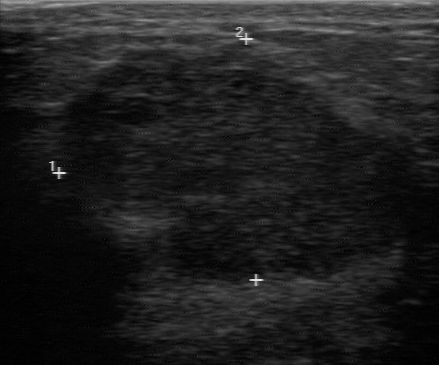
Imaging: breast ultrasound.
Lesion: malignant on biopsy or follow-up.